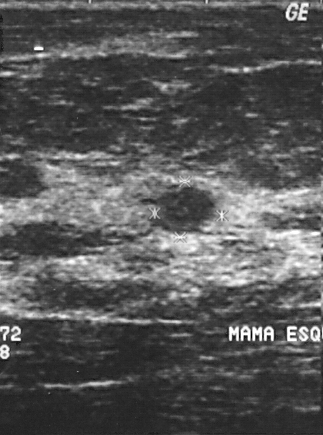
Scanner: GE Logiq 5 @10-12MHz. Breast sonogram.
The mass is benign on biopsy or follow-up.